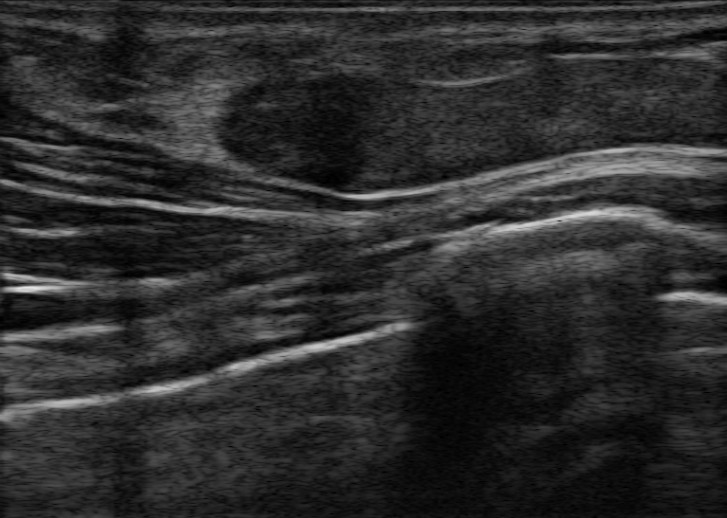
45-year-old patient. Breast US.
The mass appears irregular.
Margin: not circumscribed, indistinct.
Its echo pattern is hypoechoic.
Posterior features: none.
Echogenic halo: absent.
Calcifications are present within the mass.
Skin thickening: none.
The mass is malignant on biopsy or follow-up.
Assigned BI-RADS 4C.